Imaging: breast sonogram.
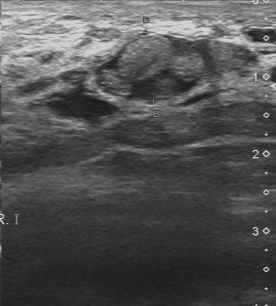
BI-RADS 4 in the original read. A second reader, independent of the original assessment, describes a heterogeneous mass with a partially regular margin; the boundary is fairly clear. No calcifications are seen. Pathology confirmed benign fibrocystic changes.